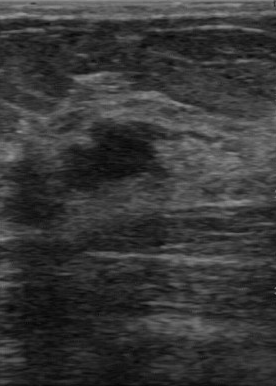
Modality: breast US.
FINDINGS: Breast US. Margin: partially regular. Boundary: somewhat unclear. BI-RADS on independent re-read: 4A. Original BI-RADS: 4.
OUTCOME ON BIOPSY OR FOLLOW-UP: benign.